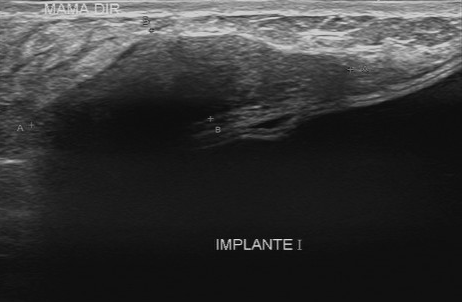
Imaging: breast US.
Finding: lesion, benign on biopsy or follow-up.